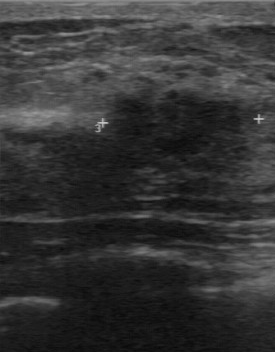
Scanner: GE Logiq 7 @10-14MHz. Imaging: breast ultrasound scan.
Breast ultrasound scan findings:
- echogenicity: hypoechoic
- BI-RADS on independent re-read: 4A
- calcifications: none